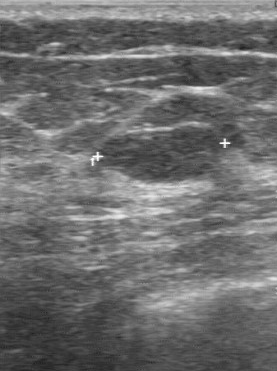
Scanner: GE Logiq 7 @10-14MHz. Modality: breast ultrasound scan.
The breast lesion was categorized BI-RADS 3 in the original read. A second, independent read describes the breast lesion as follows. Internally the breast lesion is hypoechoic. The lesion boundary is clear. The breast lesion has a regular margin. No calcifications are seen. Histopathology: fibroadenoma (benign).